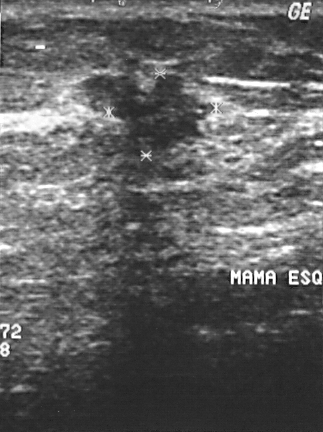
Modality: breast US.
Biopsy showed invasive lobular carcinoma, a malignant finding. Assigned BI-RADS 4.